Scanner: GE Logiq 5 @10-12MHz. Imaging: B-mode breast ultrasound.
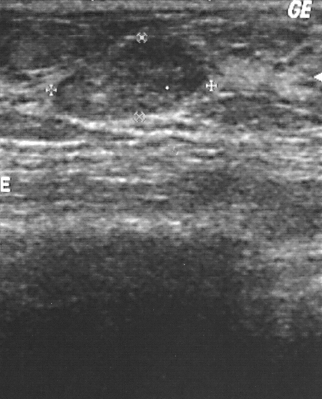
Lesion region of interest: 54 37 208 118.